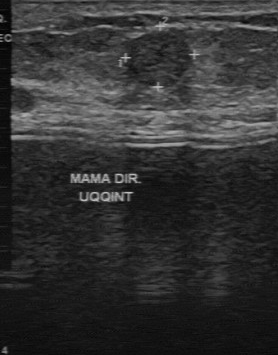
Breast US.
The original reader assigned BI-RADS 3. Descriptors from an independent second read (not the reader who assigned the category): The margin is regular. Its boundary is clear. Internally the breast lesion is slightly hypoechoic. Calcifications: none. Biopsy showed fibroadenoma, a benign finding.